Imaging: breast ultrasound scan. Scanner: GE Logiq 7 @10-14MHz.
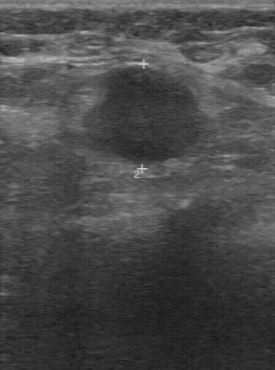
Segment the breast lesion: bounding box [56, 67, 209, 165].